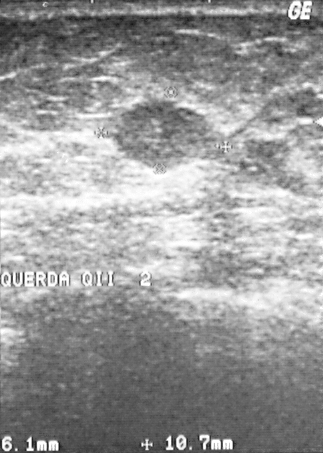
Breast ultrasound scan. Acquired on GE Logiq 5 @10-12MHz.
The mass is malignant on biopsy or follow-up.